Scanner: GE Logiq 7 @10-14MHz. Imaging: breast ultrasound scan.
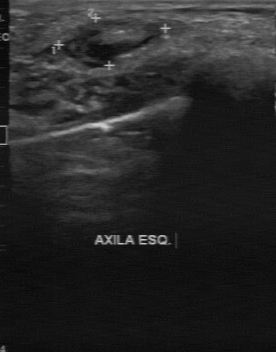
Outcome on biopsy or follow-up: benign. BI-RADS on independent re-read is 4A.